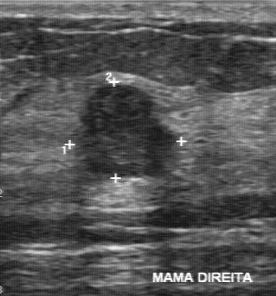
Scanner: GE Logiq 7 @10-14MHz. Imaging: breast ultrasound scan.
This breast ultrasound scan shows a finding, malignant on biopsy or follow-up. (BI-RADS category 4.)